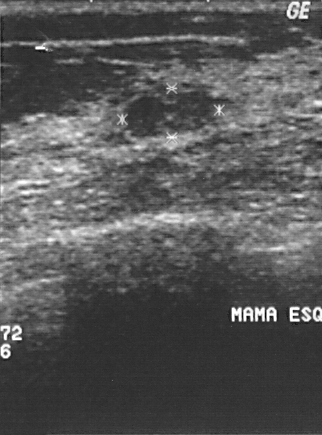
Modality: breast ultrasound image.
Coordinates are pixels in the 322x435 image. Lesion bounding box: x1=125, y1=92, x2=212, y2=136.